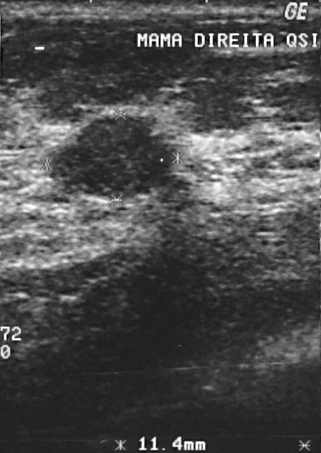
Imaging: B-mode breast ultrasound.
This B-mode breast ultrasound shows a mass. BI-RADS category 3. Biopsy showed fibrocystic changes, a benign finding.